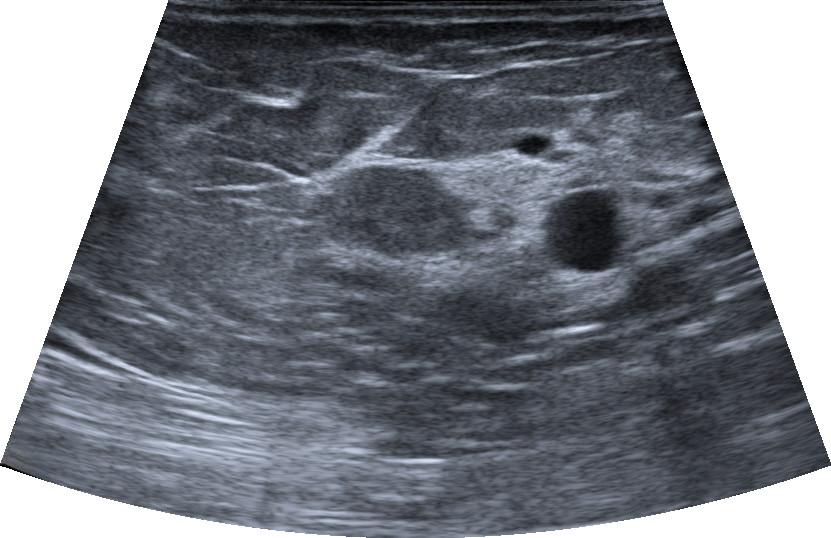
Background tissue composition: heterogeneous: predominantly fibroglandular. Modality: B-mode breast ultrasound. Patient age: 51.
The BI-RADS category is 4B. There is no skin thickening. There is no echogenic halo. Biopsy result is Fibroadenoma. Margin is circumscribed. The lesion shape is oval. There are no calcifications.